Breast ultrasound image. Scanner: GE Logiq 7 @10-14MHz.
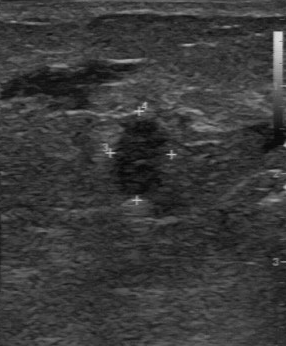
A lesion is seen with calcifications: none, slightly hypoechoic echo pattern, regular margin, fairly clear boundary.